Breast US.
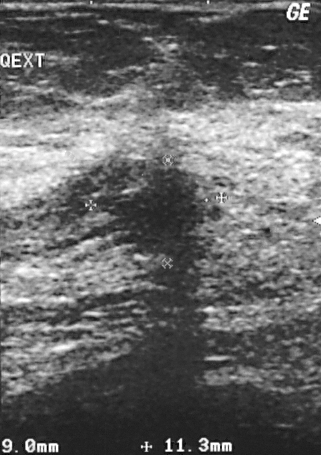
A finding is seen with BI-RADS assessment: 5.